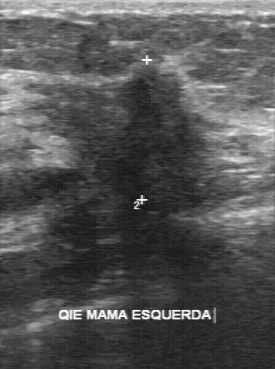
Acquired on GE Logiq 7 @10-14MHz. Breast US.
BI-RADS 5 in the original read. Descriptors from an independent second read (not the reader who assigned the category): Echo pattern: hypoechoic. Calcifications: suspected. Margin: irregular. The lesion boundary is unclear. Histopathology: invasive ductal carcinoma (malignant).